Breast sonogram.
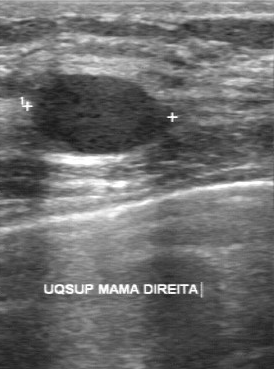
Original BI-RADS: 2. BI-RADS (second read): 3. Outcome on biopsy or follow-up: benign. Lesion boundary: clear. Internal echoes: hypoechoic. Calcifications: none. Lesion margin: regular.
OUTCOME ON BIOPSY OR FOLLOW-UP: benign.